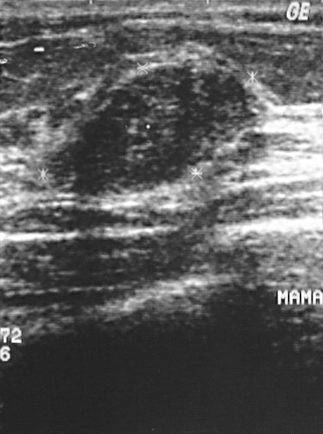
Imaging: breast US.
The breast lesion is benign on biopsy or follow-up. Pathology confirmed fibroadenoma. The breast lesion is assessed as BI-RADS 2.